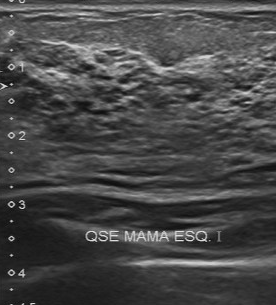
Modality: breast sonogram. Acquired on Toshiba Aplio 300 @12-14 MHz.
Lesion characteristics:
- internal echoes: heterogeneous
- contour: irregular
- boundary: unclear
- calcifications: none